Breast ultrasound scan.
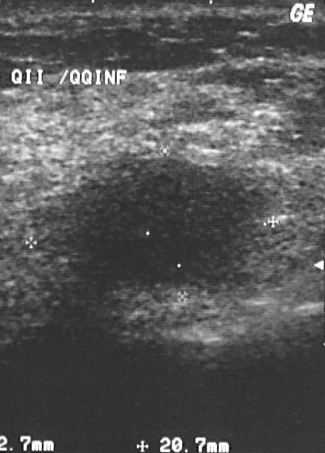
This breast ultrasound scan shows a mass. Assessment: BI-RADS 4. Histopathology: invasive ductal carcinoma (malignant).